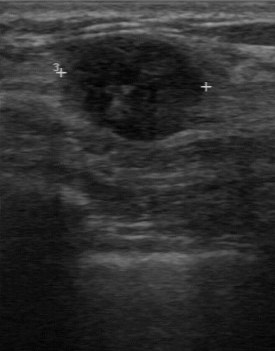
Breast ultrasound image. Acquired on GE Logiq 7 @10-14MHz.
Original-read BI-RADS category: 4. On a second read by an independent reader: The margin is regular. Its boundary is clear. Internally the finding is hypoechoic. There are no calcifications. Histopathology: invasive ductal carcinoma (malignant).